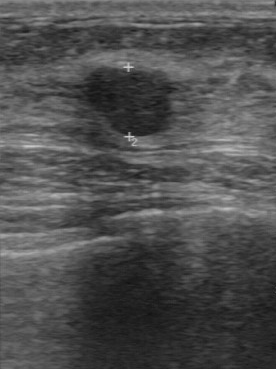
Breast US.
The lesion demonstrates clear boundary, calcifications: none, regular margin, hypoechoic echo pattern.